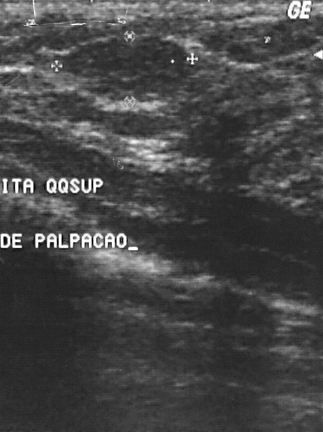
Imaging: B-mode breast ultrasound.
Pathology: fibroadenoma. The BI-RADS assessment is 2.